Modality: breast ultrasound.
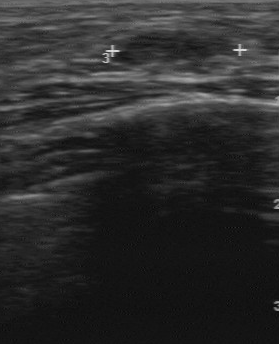
A lesion is seen with biopsy or follow-up result: benign, BI-RADS category: 2.